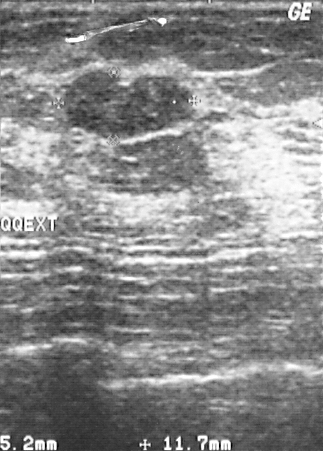
Breast sonogram.
A finding is seen. Assessment: BI-RADS 2. Biopsy showed fibroadenoma, a benign finding.